Breast ultrasound.
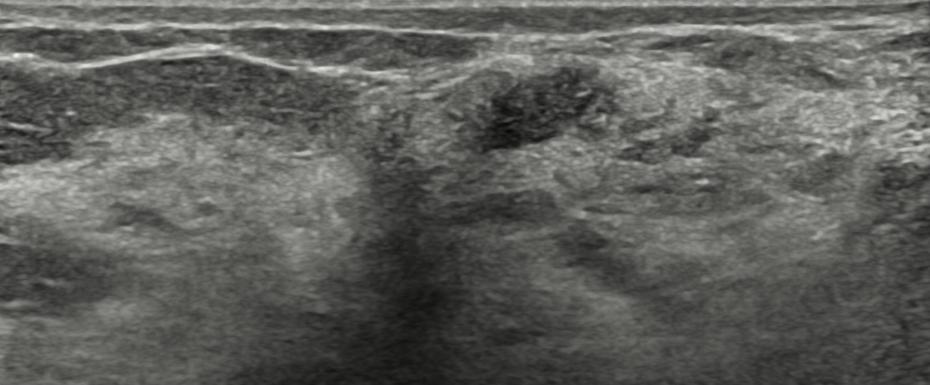
Segment the mass: bounding box [472, 57, 598, 156].